Imaging: breast sonogram.
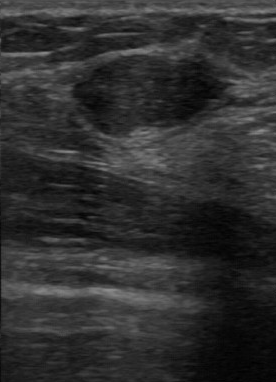
Breast sonogram findings:
- histopathology: fibroadenoma
- echogenicity: hypoechoic
- lesion boundary: clear
- biopsy or follow-up result: benign
- calcifications: none
- contour: regular